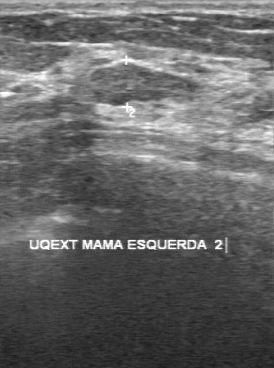
B-mode breast ultrasound. Acquired on GE Logiq 7 @10-14MHz.
The breast lesion was assessed as BI-RADS 3 by the original reader. A second, independent read describes the breast lesion as follows. The margin is regular. Its boundary is clear. Internally the breast lesion is slightly hypoechoic. There are no calcifications. The biopsy result was fibroadenoma; the breast lesion is benign.